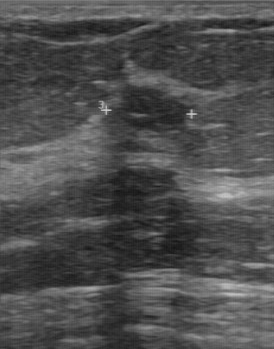
Modality: breast ultrasound scan.
The finding is benign on biopsy or follow-up. (BI-RADS category 4.)